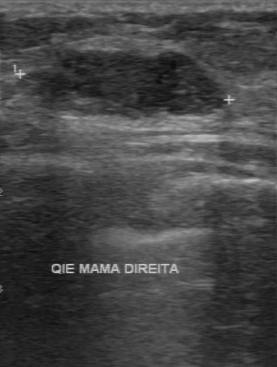
Modality: breast US.
A lesion is seen with calcifications: none, hypoechoic echo pattern, regular margin, clear lesion boundary.